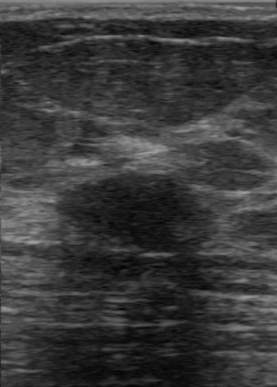
Imaging: breast ultrasound.
The finding is located within the bounding box (56,174)-(217,255). BI-RADS 3.